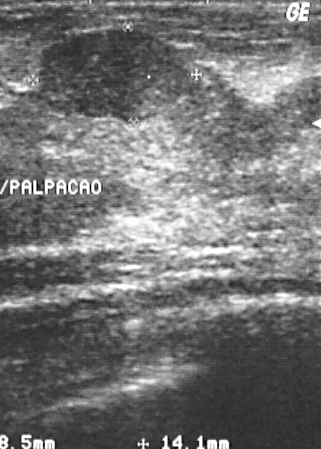
Modality: breast US.
Histopathology: fibrocystic changes (benign). Outcome on biopsy or follow-up: benign. Assigned BI-RADS 2.